Imaging: breast ultrasound scan.
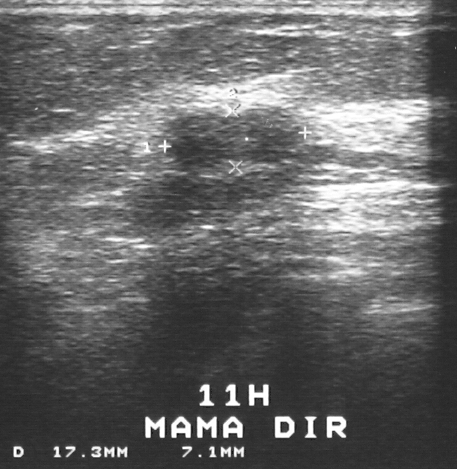
(coordinates in a 457x469 pixel frame) The lesion is located within the bounding box x1=164, y1=108, x2=308, y2=170.